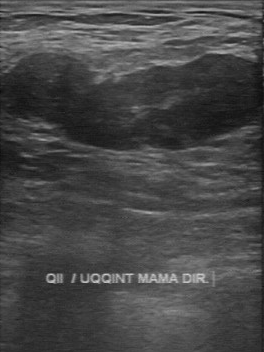
Breast ultrasound image.
The finding is benign on biopsy or follow-up.